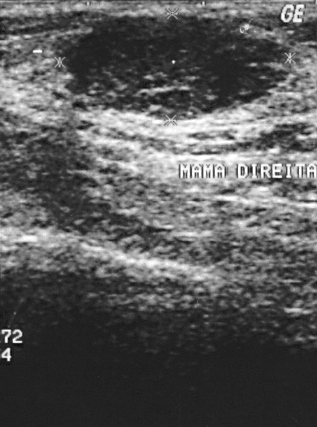
Modality: breast sonogram. Scanner: GE Logiq 5 @10-12MHz.
This breast sonogram shows a mass, benign on biopsy or follow-up. BI-RADS 2.